Acquired on GE Logiq 7 @10-14MHz. Modality: breast ultrasound scan.
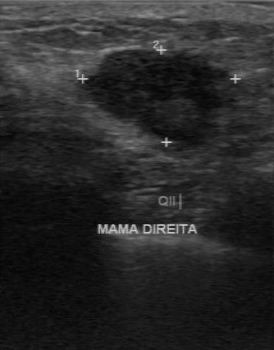
The finding was categorized BI-RADS 4 in the original read.
The following findings are from a second reader, independent of the original assessment.
The finding is hypoechoic.
Its boundary is somewhat unclear.
No calcifications are seen.
The margin is partially regular.
Histopathology: invasive ductal carcinoma (malignant).